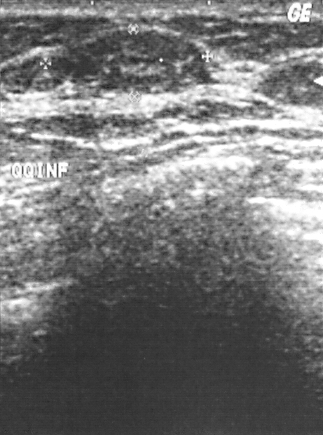
Modality: breast ultrasound scan. Acquired on GE Logiq 5 @10-12MHz.
This breast ultrasound scan shows a finding with BI-RADS: 2, outcome on biopsy or follow-up: benign, pathology: fibroadenoma.